Breast US.
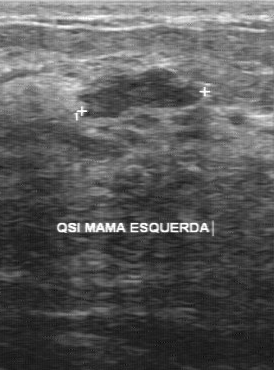
The lesion is benign on biopsy or follow-up.